Imaging: breast US.
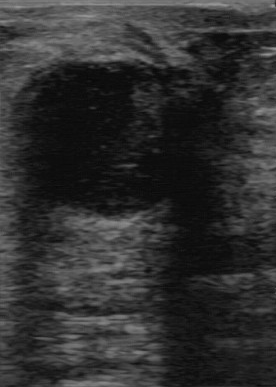
The original reader assigned BI-RADS 3. Findings on the second read (an independent reader): a hypoechoic lesion, margin regular, boundary clear. There are no calcifications. The biopsy result was cyst; the lesion is benign.